Imaging: breast sonogram.
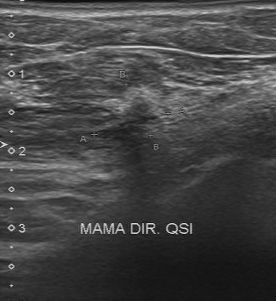
BI-RADS 4 in the original read. A second, independent read describes the finding as follows. Margin: irregular. Boundary: unclear. The finding is slightly hypoechoic. Calcifications: none. Histopathology: invasive ductal carcinoma (malignant).